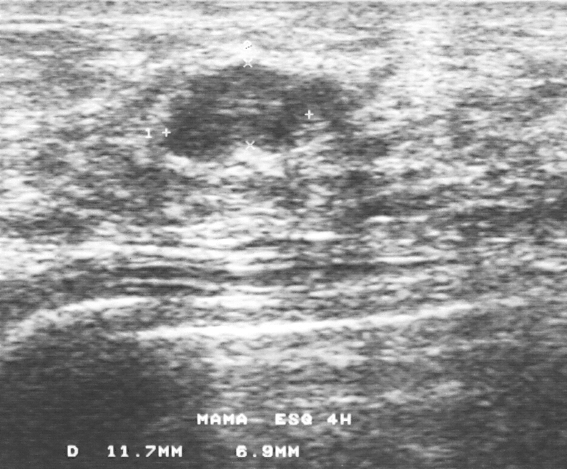
Imaging: breast ultrasound scan.
- biopsy result: fibroadenoma
- BI-RADS category: 3
- biopsy or follow-up result: benign